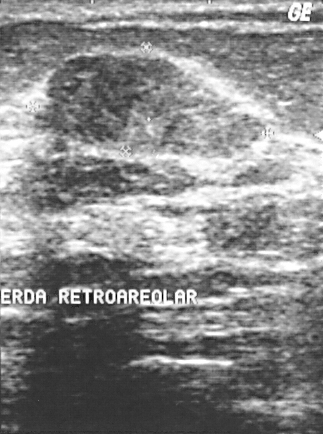
Modality: breast ultrasound.
Assigned BI-RADS 2. Pathology confirmed fibrocystic changes. This breast lesion proved benign on biopsy or follow-up.